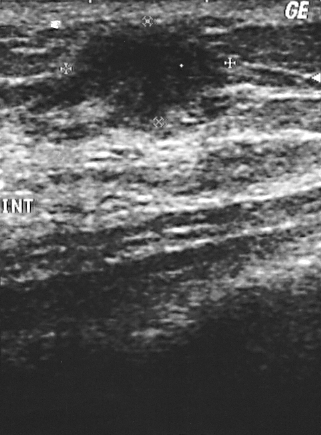
Acquired on GE Logiq 5 @10-12MHz. Modality: breast ultrasound.
The mass is malignant on biopsy or follow-up. BI-RADS 3.